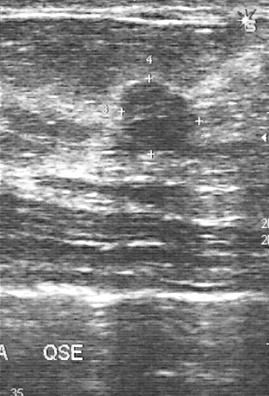
Imaging: breast US. Acquired on GE Logiq 5 @10-12MHz.
FINDINGS: Breast US. Confirmed outcome (biopsy or follow-up): benign. BI-RADS: 3. Biopsy result: fibroadenoma.
OUTCOME ON BIOPSY OR FOLLOW-UP: benign.